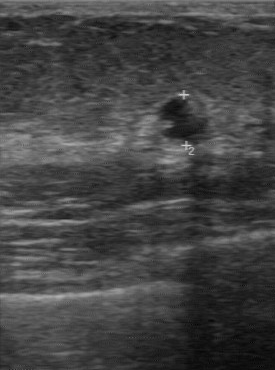
Imaging: B-mode breast ultrasound.
This B-mode breast ultrasound shows a lesion, benign on biopsy or follow-up.